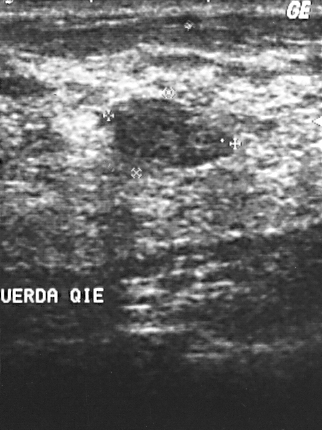
Breast ultrasound image.
(coordinates in a 322x430 pixel frame) The finding occupies approximately [115, 98, 232, 166]. The finding is benign on biopsy or follow-up. BI-RADS 2.